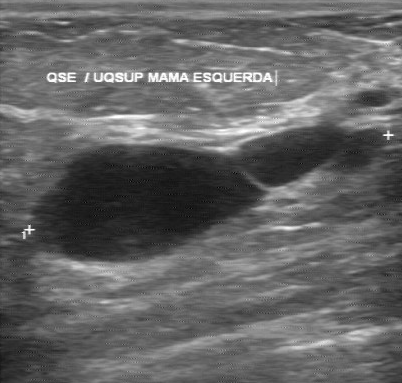
Modality: breast US.
This breast US shows a breast lesion, benign on biopsy or follow-up.